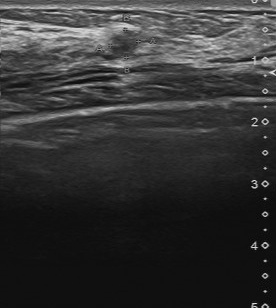
Breast ultrasound.
The finding is benign on biopsy or follow-up. BI-RADS 4.